Breast ultrasound image.
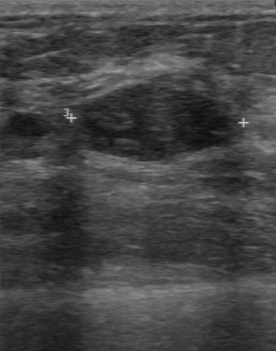
This breast ultrasound image shows a breast lesion with histopathology: fibroadenoma, BI-RADS assessment: 3, outcome on biopsy or follow-up: benign.